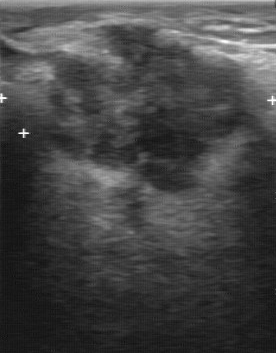
Breast ultrasound image.
Outcome on biopsy or follow-up: malignant.